Imaging: breast ultrasound image. Scanner: GE Logiq 7 @10-14MHz.
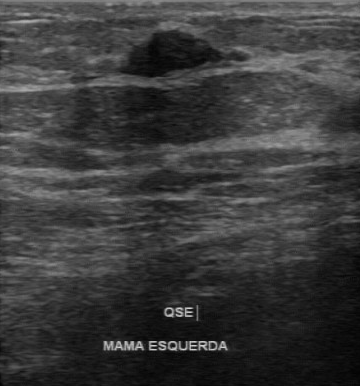
This breast ultrasound image shows a mass with BI-RADS category: 4.